Modality: breast US.
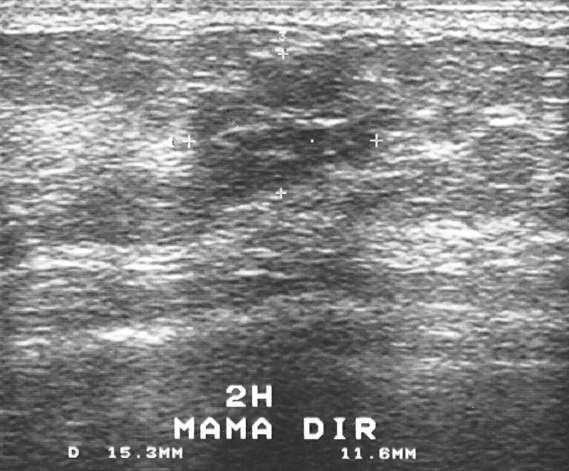
Histopathology: fibroadenoma.
The mass is benign on biopsy or follow-up.
The mass is assessed as BI-RADS 4.